Modality: breast ultrasound image.
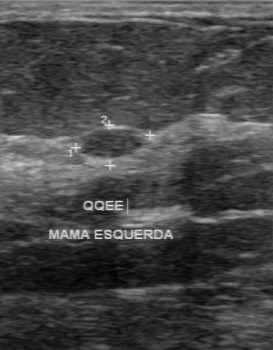
Lesion characteristics:
- BI-RADS assessment: 2
- biopsy or follow-up result: benign